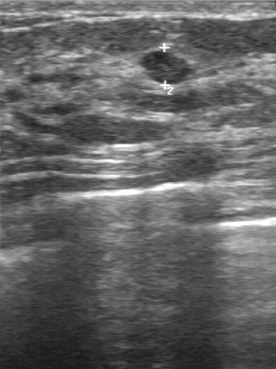
Imaging: breast US. Scanner: GE Logiq 7 @10-14MHz.
The original reader assigned BI-RADS 3. On a second, independent read, a breast lesion with a regular margin and a clear boundary is seen; it is slightly hypoechoic. No calcifications are seen. Biopsy showed fibroadenoma, a benign finding.